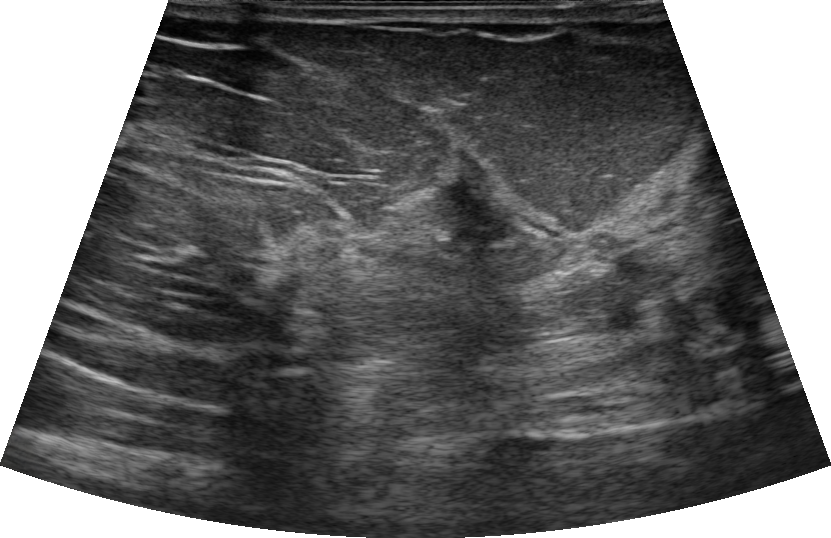
Background tissue composition: heterogeneous: predominantly fibroglandular. Modality: breast ultrasound.
Pixel coordinates (x1, y1, x2, y2): The mass occupies approximately top-left (428, 152), bottom-right (517, 250). The mass is malignant on biopsy or follow-up.